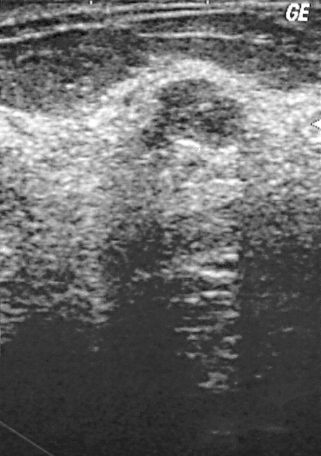
Imaging: breast ultrasound scan.
Biopsy showed intraductal papilloma. Outcome on biopsy or follow-up: benign. BI-RADS category 3.